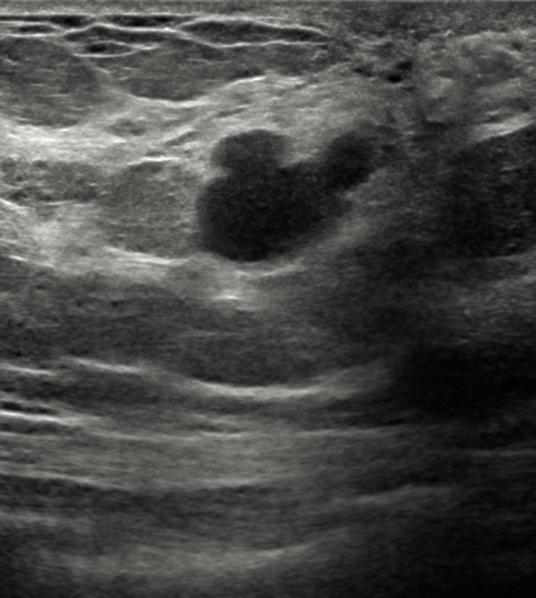
Background tissue composition: heterogeneous: predominantly fat. Breast sonogram.
Findings: an irregular lesion of anechoic echotexture with circumscribed margins. There is posterior acoustic enhancement. No echogenic halo is seen. BI-RADS 2; outcome on biopsy or follow-up: benign. Differential on reading: Complex cyst / Non-simple cyst. Verification: follow-up care.